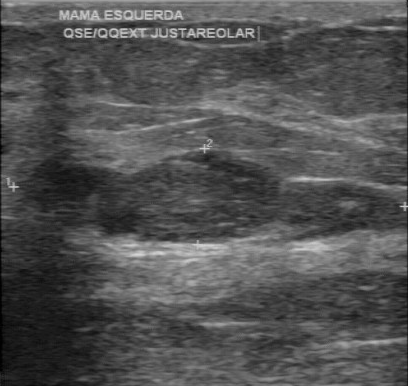
Modality: breast ultrasound image.
This breast ultrasound image shows a finding with hypoechoic internal echoes, clear boundary, BI-RADS (first reader): 3, regular contour, calcifications: absent, second-reader BI-RADS: 3.